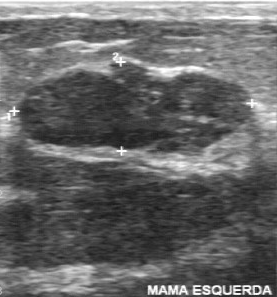
Breast ultrasound image.
BI-RADS 2 in the original read. A second, independent read describes the mass as follows. Calcification is suspected. The mass has a partially regular margin. Boundary: fairly clear. The mass is hypoechoic. The biopsy result was fibroadenoma; the mass is benign.